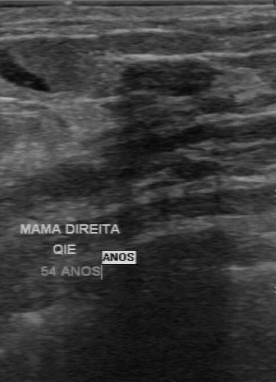
Imaging: breast US.
- BI-RADS: 3
- histopathology: fibroadenoma